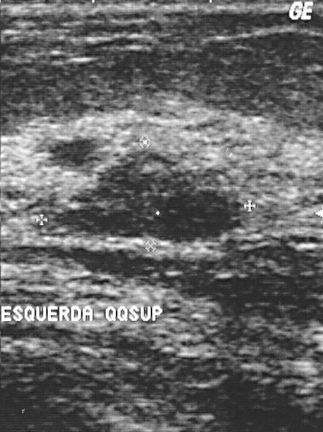
Imaging: breast ultrasound scan.
Assigned BI-RADS 3. Histopathology: intraductal papilloma (benign).